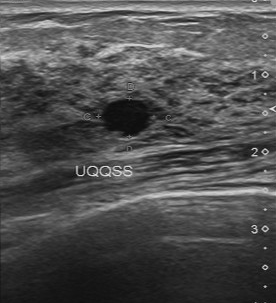
Modality: breast sonogram.
This breast sonogram shows a lesion with biopsy or follow-up result: benign, independent BI-RADS assessment: 3.